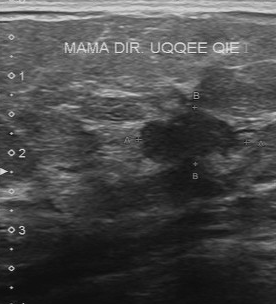
Acquired on Toshiba Aplio 300 @12-14 MHz. Modality: breast ultrasound image.
The mass is malignant on biopsy or follow-up. (BI-RADS category 5.)